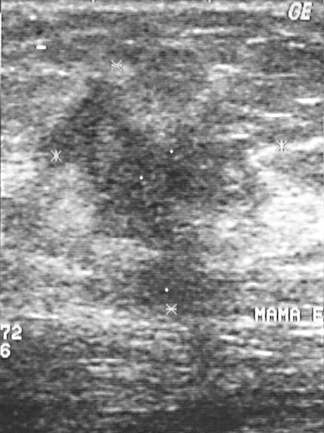
Acquired on GE Logiq 5 @10-12MHz. Modality: breast sonogram.
The BI-RADS category is 5. The pathology is invasive ductal carcinoma. Biopsy or follow-up result: malignant.